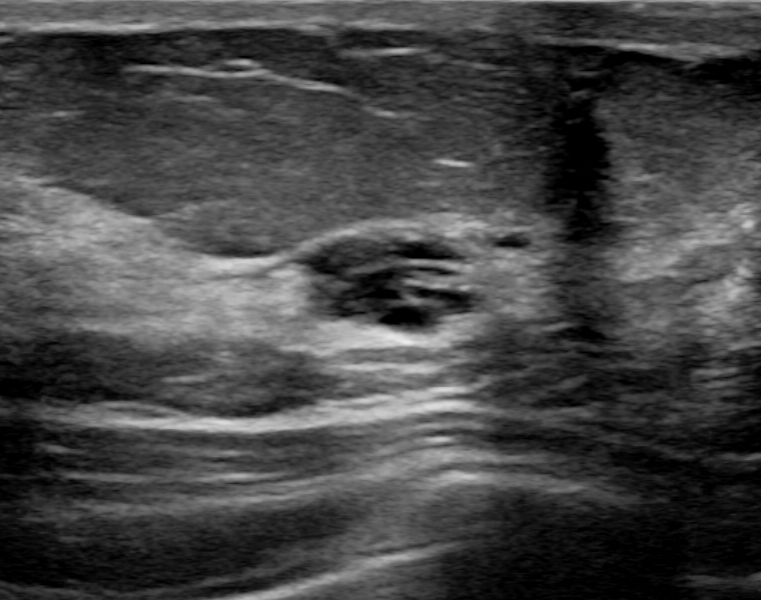
Modality: breast sonogram.
Lesion characteristics:
- calcifications: absent
- skin thickening: none
- shape: irregular
- posterior features: enhancement
- verification: confirmed by follow-up care
- lesion margin: circumscribed
- echogenic halo: none
- BI-RADS: 3
- echo pattern: anechoic
- biopsy or follow-up result: benign